Breast ultrasound scan. 85-year-old patient.
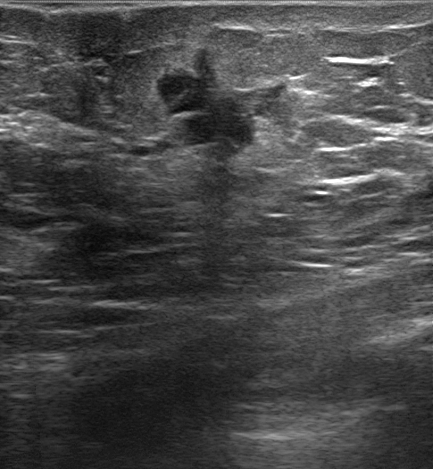
The breast lesion is malignant on biopsy or follow-up. (BI-RADS category 5.)